Imaging: breast US.
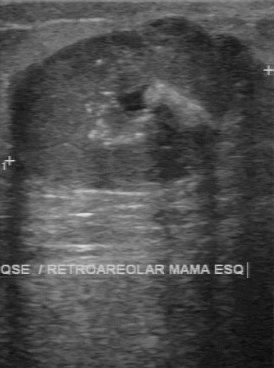
BI-RADS 4 in the original read; on a second read the margin is partially regular, the boundary fairly clear and the finding heterogeneous. The finding contains multiple calcifications. Biopsy showed invasive ductal carcinoma, a malignant finding.